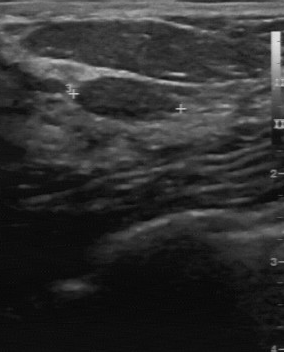
Imaging: B-mode breast ultrasound.
The original reader assigned BI-RADS 3. Findings on the second read (an independent reader): a slightly hypoechoic finding, margin regular, boundary clear. Calcifications: none. Pathology confirmed benign fibroadenoma.